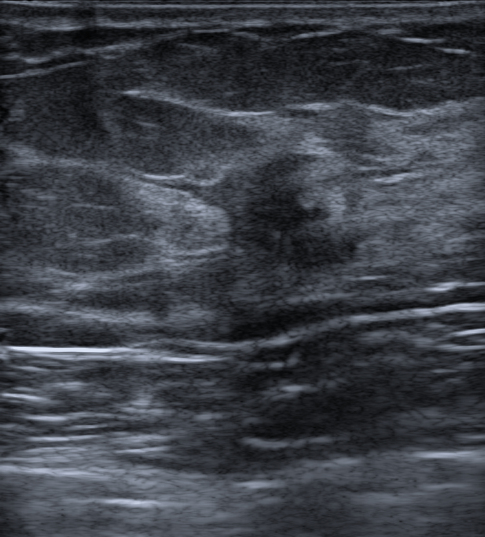
Imaging: breast ultrasound image. Background tissue composition: heterogeneous: predominantly fibroglandular.
Outcome on biopsy or follow-up: malignant.